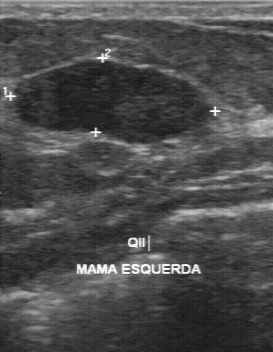
Imaging: breast ultrasound image.
The original reader assigned BI-RADS 3. A second reader, independent of the original assessment, describes a hypoechoic mass with a regular margin; the boundary is clear. There are no calcifications. The biopsy result was fibroadenoma; the mass is benign.